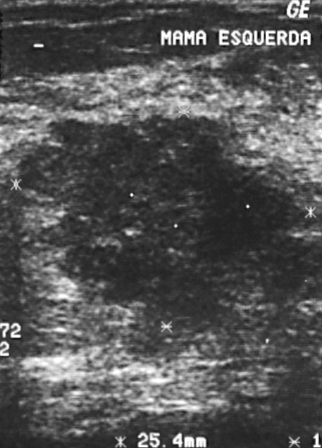
Imaging: breast sonogram.
BI-RADS assessment: 5. Outcome on biopsy or follow-up: malignant. Biopsy showed invasive ductal carcinoma, a malignant finding.